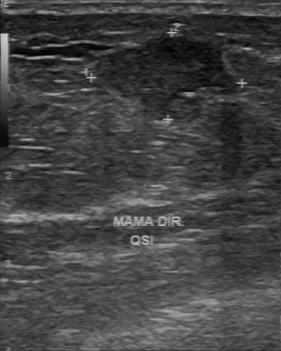
Scanner: GE Logiq 7 @10-14MHz. Imaging: breast US.
The original reader assigned BI-RADS 4.
The following findings are from a second reader, independent of the original assessment.
The margin is partially regular.
The lesion boundary is fairly clear.
There are no calcifications.
Biopsy showed mucinous carcinoma, a malignant finding.